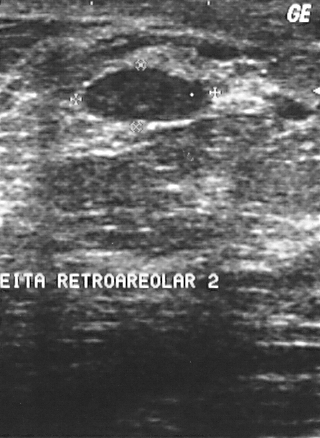
Acquired on GE Logiq 5 @10-12MHz. Imaging: breast ultrasound image.
(coordinates in a 320x438 pixel frame) The breast lesion occupies approximately top-left (86, 68), bottom-right (204, 121). The breast lesion is benign on biopsy or follow-up.